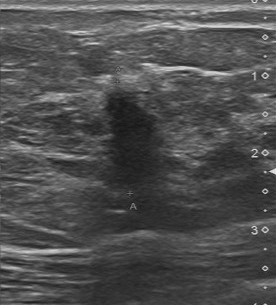
Modality: breast sonogram.
The breast lesion was assessed as BI-RADS 4 by the original reader.
On a second read by an independent reader:
Echo pattern: hypoechoic.
Calcifications: none.
Its boundary is unclear.
Margin: irregular.
Biopsy showed invasive ductal carcinoma, a malignant finding.